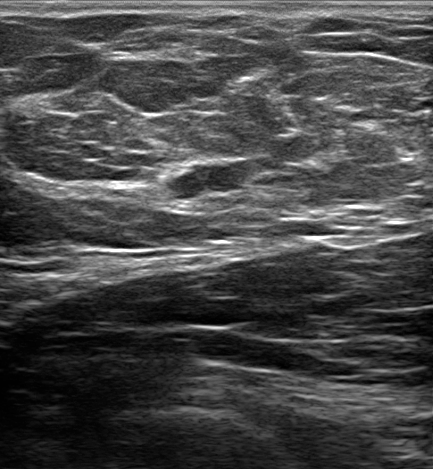
Modality: breast ultrasound scan. Age 70.
The lesion appears irregular.
The margin is not circumscribed (indistinct).
Internally the lesion is hypoechoic.
No posterior acoustic features are seen.
There is no echogenic halo.
Calcifications: none.
There is no skin thickening.
Radiologic interpretation: Suspicion of malignancy; Dysplasia; Fibroadenoma; Intraductal papilloma.
Assigned BI-RADS 4B.
The lesion is malignant on biopsy or follow-up.